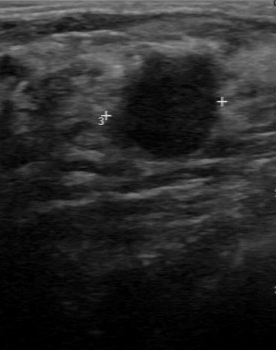
Imaging: breast ultrasound image.
Lesion characteristics:
- BI-RADS: 4